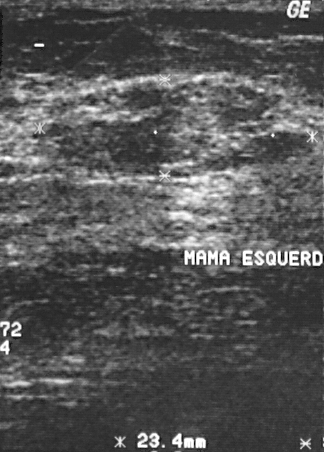
Acquired on GE Logiq 5 @10-12MHz. Imaging: B-mode breast ultrasound.
(coordinates in a 324x452 pixel frame) Lesion region of interest: (45, 82) to (310, 176).